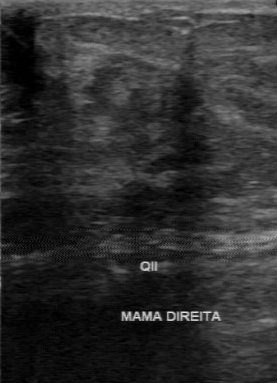
Imaging: breast sonogram.
This breast sonogram shows a mass with BI-RADS: 4, histopathology: invasive ductal carcinoma, confirmed outcome (biopsy or follow-up): malignant.